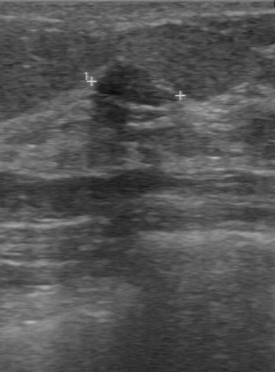
Imaging: breast US.
This breast US shows a mass with biopsy or follow-up result: benign, BI-RADS category: 3, histopathology: fibroadenoma.